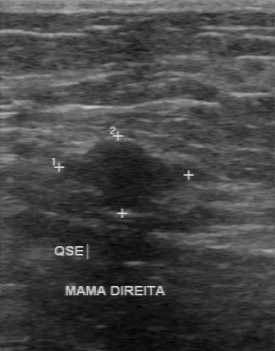
Imaging: breast sonogram.
The outcome on biopsy or follow-up is benign. Lesion margin: partially regular. No calcifications are seen. Histopathology: fibroadenoma. Echo pattern: hypoechoic. Lesion boundary: fairly clear.